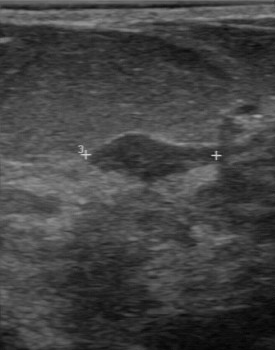
Modality: breast ultrasound.
Contour: regular. The boundary is clear. Echo pattern is hypoechoic. Calcifications are absent.